Breast sonogram.
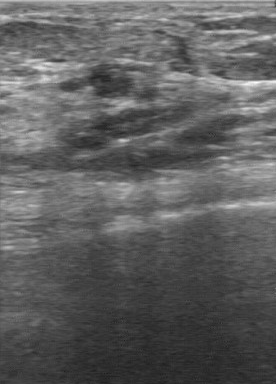
The mass is benign on biopsy or follow-up. (BI-RADS category 3.)